Imaging: breast ultrasound.
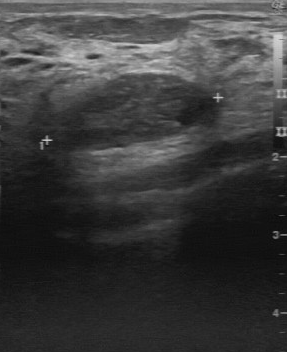
- boundary: clear
- margin: regular
- internal echoes: slightly hypoechoic
- original BI-RADS: 2
- calcifications: none
- independent BI-RADS assessment: 4A